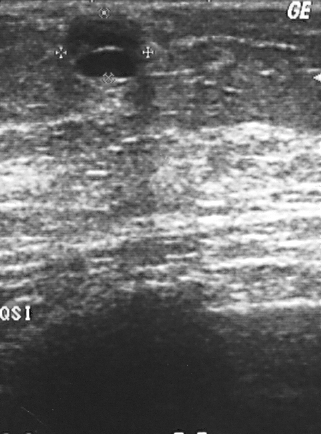
Imaging: B-mode breast ultrasound.
This B-mode breast ultrasound shows a mass. BI-RADS category 2. The biopsy result was cyst; the mass is benign.